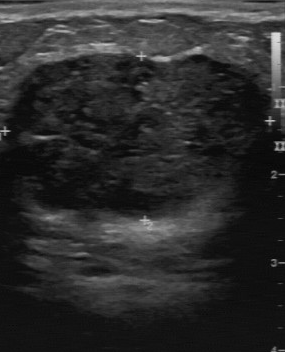
Imaging: breast sonogram.
BI-RADS 3 in the original read. On a second, independent read, a lesion with a regular margin and a fairly clear boundary is seen; it is of mixed cystic and solid echotexture. Calcification is suspected. Histopathology: phyllodes tumor (benign).